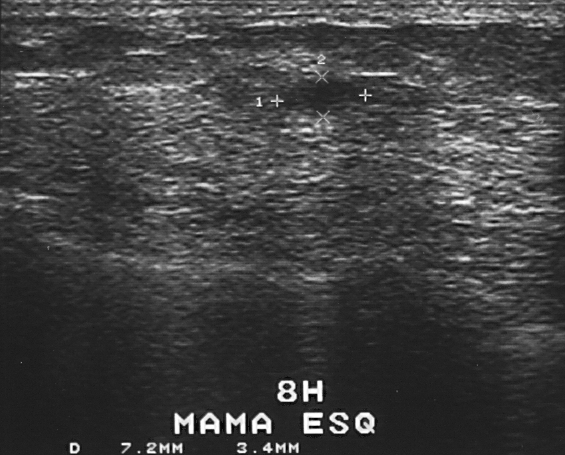
Breast sonogram.
This breast sonogram shows a lesion, benign on biopsy or follow-up. BI-RADS 2.